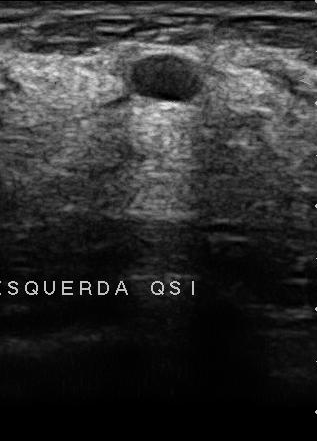
Imaging: breast ultrasound.
BI-RADS 2 in the original read. Descriptors from an independent second read (not the reader who assigned the category): The margin is regular. Its boundary is clear. The lesion is hypoechoic. Calcifications: none. Histopathology: fibroadenoma (benign).